Imaging: breast sonogram.
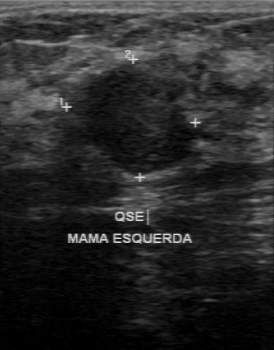
Breast lesion bounding box: top-left (69, 64), bottom-right (200, 176). The breast lesion is benign on biopsy or follow-up.